B-mode breast ultrasound.
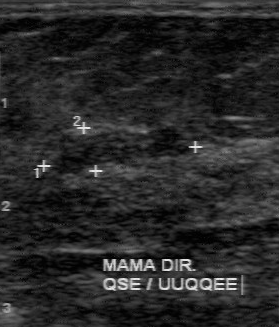
Breast lesion: benign on biopsy or follow-up.